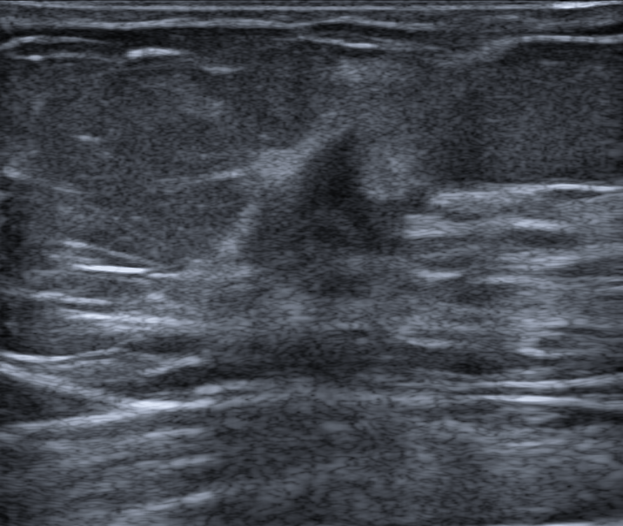
Modality: breast ultrasound scan.
(coordinates in a 623x526 pixel frame) The finding occupies approximately (220,117)-(438,300). The finding is malignant on biopsy or follow-up. BI-RADS 4C.